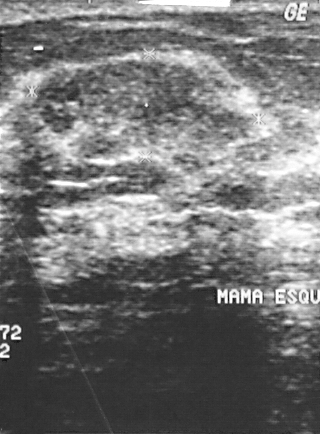
Imaging: B-mode breast ultrasound.
Coordinates are pixels in the 320x434 image. The lesion occupies approximately x1=29, y1=58, x2=260, y2=170.